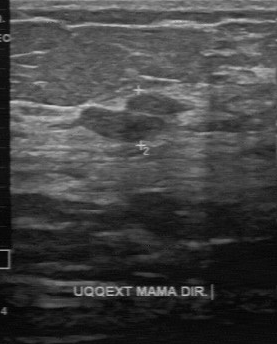
Modality: breast ultrasound scan.
The lesion was categorized BI-RADS 3 in the original read. Descriptors from an independent second read (not the reader who assigned the category): Its boundary is fairly clear. The lesion has a partially regular margin. Internally the lesion is slightly hypoechoic. No calcifications are seen. The biopsy result was fibroadenoma; the lesion is benign.